Breast sonogram.
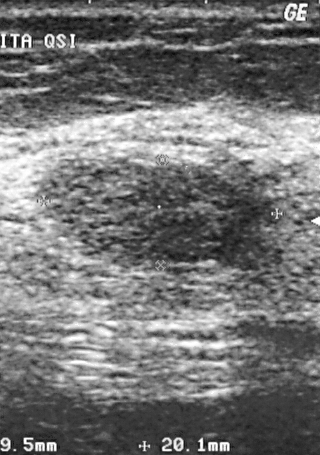
Biopsy or follow-up result: benign.